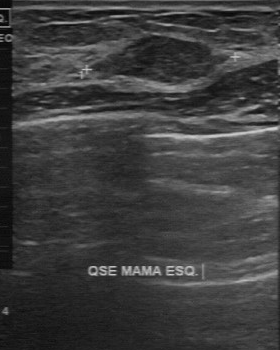
Imaging: B-mode breast ultrasound. Acquired on GE Logiq 7 @10-14MHz.
The lesion was categorized BI-RADS 3 in the original read. The following findings are from a second reader, independent of the original assessment. The lesion has a regular margin. Its boundary is clear. The lesion is slightly hypoechoic. No calcifications are seen. Biopsy showed fibroadenoma, a benign finding.